Scanner: GE Logiq 5 @10-12MHz. Modality: B-mode breast ultrasound.
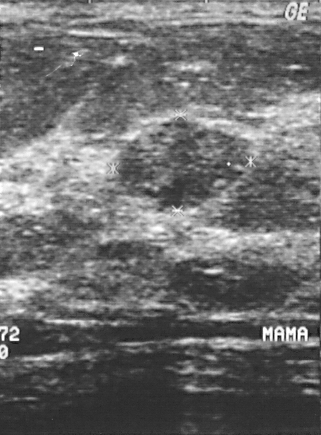
This B-mode breast ultrasound shows a finding. It was assessed as BI-RADS 4. The biopsy result was fibroadenoma; the finding is benign.